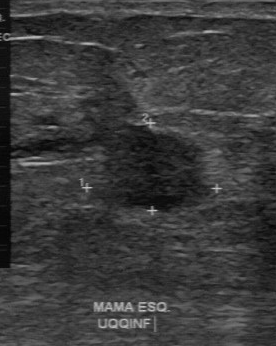
Imaging: breast sonogram.
Coordinates are pixels in the 276x346 image. Lesion bounding box: x1=91, y1=120, x2=213, y2=212. The lesion is malignant on biopsy or follow-up. BI-RADS 4.